Imaging: B-mode breast ultrasound.
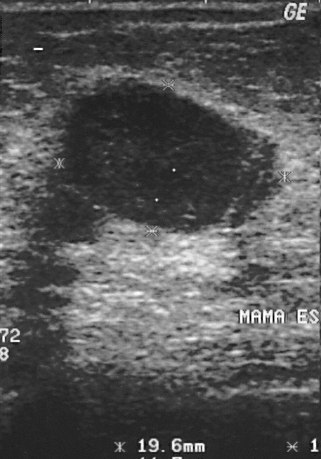
This B-mode breast ultrasound shows a lesion, benign on biopsy or follow-up.